Modality: breast sonogram. Acquired on GE Logiq 7 @10-14MHz.
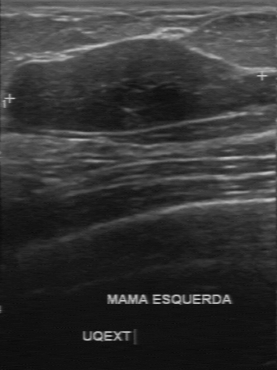
Segment the mass: bounding box [9, 37, 262, 132]. The mass is benign on biopsy or follow-up. BI-RADS 2.